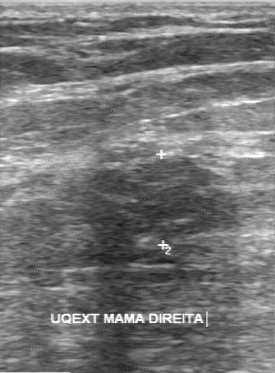
Breast ultrasound. Acquired on GE Logiq 7 @10-14MHz.
Finding: breast lesion, benign on biopsy or follow-up.